B-mode breast ultrasound.
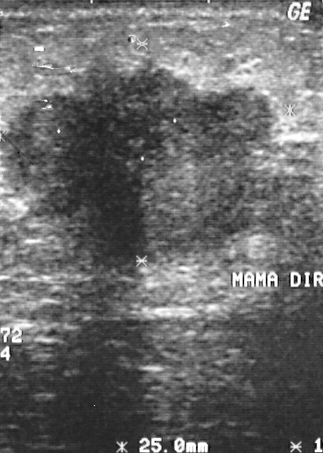
The breast lesion is located within the bounding box x1=4, y1=54, x2=284, y2=270. The breast lesion is malignant on biopsy or follow-up. BI-RADS 5.